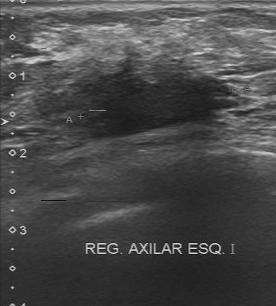
Breast sonogram.
Pixel coordinates (x1, y1, x2, y2): The lesion is located within the bounding box (73, 39) to (243, 139).